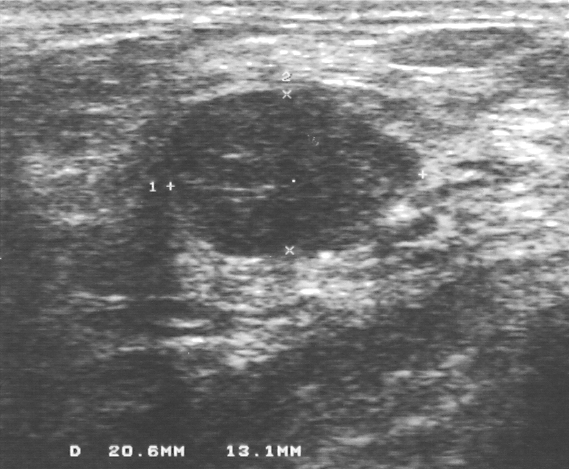
Imaging: breast ultrasound.
Lesion bounding box: (165,90)-(420,257). The lesion is benign on biopsy or follow-up.